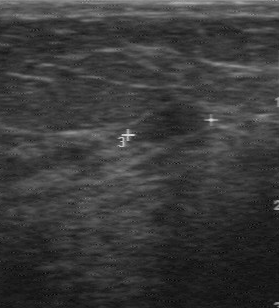
Imaging: breast ultrasound scan.
Margin: regular. Calcifications: absent. Echo pattern: hypoechoic. Boundary: clear.
OUTCOME ON BIOPSY OR FOLLOW-UP: benign.